Modality: breast sonogram.
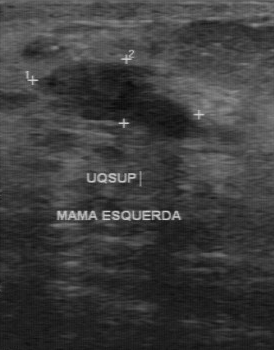
FINDINGS: Breast sonogram. Calcifications: none. Biopsy or follow-up result: benign. Echo pattern: hypoechoic. Margin: partially regular. Boundary: fairly clear.